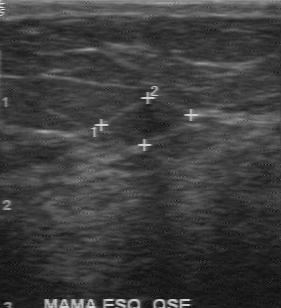
Imaging: breast ultrasound image.
Echogenicity: hypoechoic. Calcifications: absent. Contour: regular. Lesion boundary: clear.
OUTCOME ON BIOPSY OR FOLLOW-UP: benign.